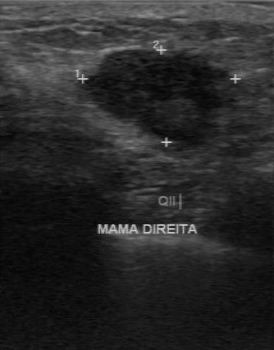
Modality: breast ultrasound.
This breast ultrasound shows a mass with histopathology: invasive ductal carcinoma, BI-RADS category: 4, outcome on biopsy or follow-up: malignant.